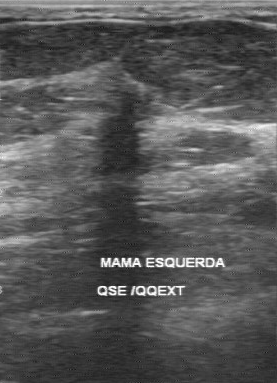
Acquired on GE Logiq 7 @10-14MHz. Breast ultrasound scan.
Segment the mass: bounding box x1=81, y1=87, x2=154, y2=183. BI-RADS 5.